Modality: B-mode breast ultrasound.
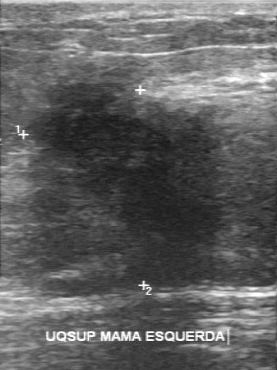
BI-RADS 5 in the original read. A second reader, independent of the original assessment, describes a slightly hypoechoic finding with an irregular margin; the boundary is unclear. Calcifications: none. Biopsy showed invasive ductal carcinoma, a malignant finding.